Imaging: breast ultrasound scan.
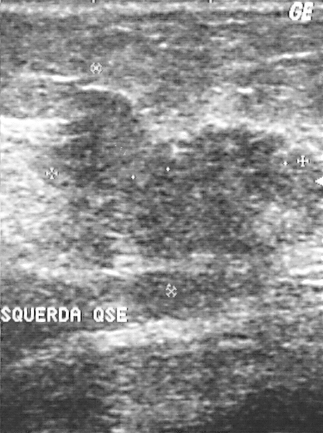
Pixel coordinates (x1, y1, x2, y2): Lesion region of interest: 56 89 292 267. The mass is malignant on biopsy or follow-up. BI-RADS 5.